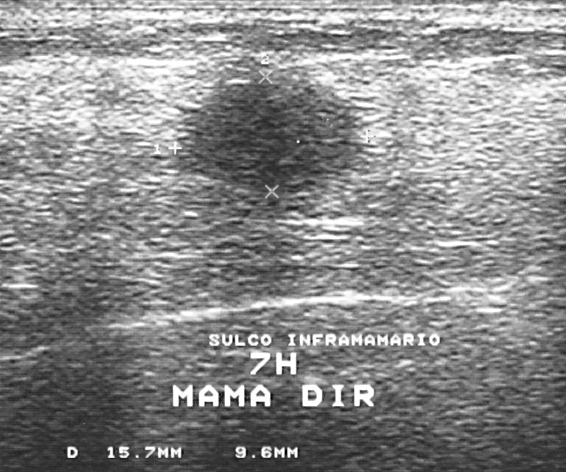
Scanner: GE Logiq 5 @10-12MHz. Modality: breast ultrasound image.
Mass: malignant on biopsy or follow-up. (BI-RADS category 4.)